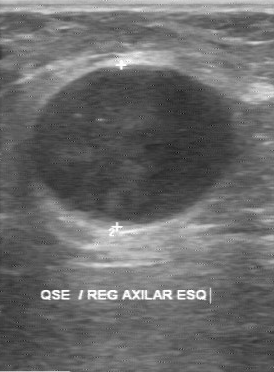
Imaging: breast sonogram.
The finding demonstrates hypoechoic echo pattern, calcifications: none, clear boundary, regular margin, outcome on biopsy or follow-up: malignant.